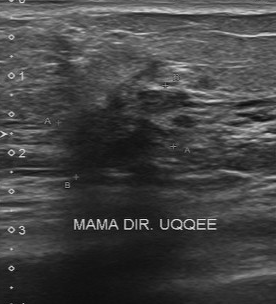
Modality: breast ultrasound scan.
Pixel coordinates (x1, y1, x2, y2): Finding bounding box: [51, 81, 190, 176].